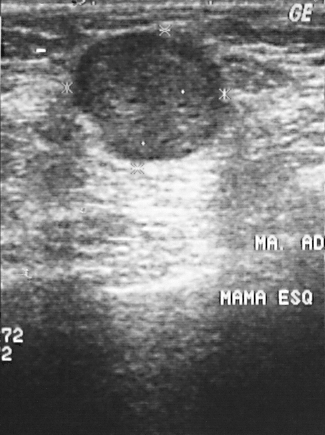
Modality: B-mode breast ultrasound.
Lesion: malignant on biopsy or follow-up. BI-RADS 2.